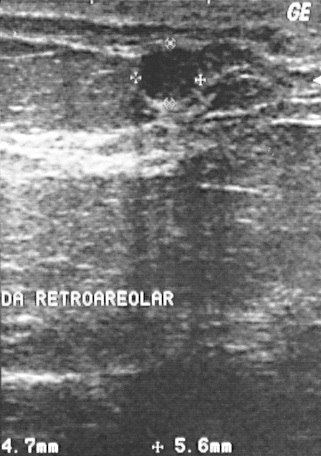
Breast ultrasound.
A breast lesion is seen with BI-RADS category: 2, confirmed outcome (biopsy or follow-up): benign.